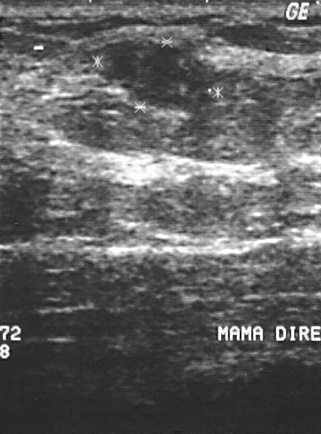
Imaging: breast ultrasound.
This breast ultrasound shows a breast lesion, benign on biopsy or follow-up.